Scanner: GE Logiq 5 @10-12MHz. Breast ultrasound.
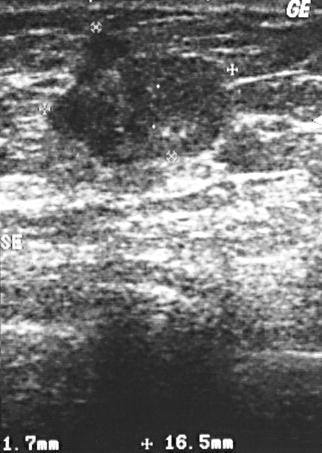
The mass is malignant on biopsy or follow-up.